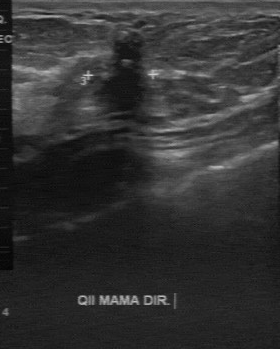
Breast ultrasound scan.
Pixel coordinates (x1, y1, x2, y2): Lesion region of interest: top-left (89, 31), bottom-right (151, 123). The breast lesion is malignant on biopsy or follow-up.